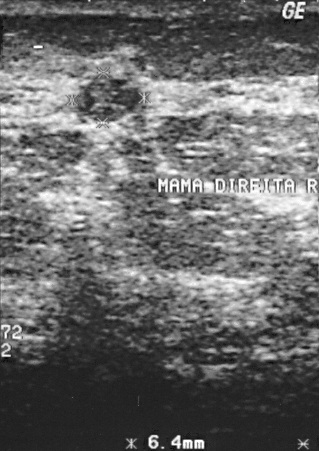
Imaging: breast sonogram.
- outcome on biopsy or follow-up: benign
- BI-RADS assessment: 2